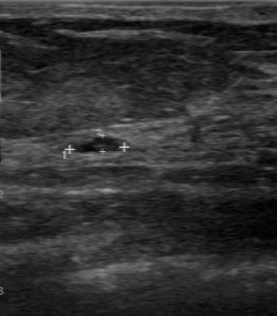
Imaging: breast ultrasound image.
FINDINGS: Biopsy result: cyst. Biopsy or follow-up result: benign. BI-RADS assessment: 2.
OUTCOME ON BIOPSY OR FOLLOW-UP: benign.